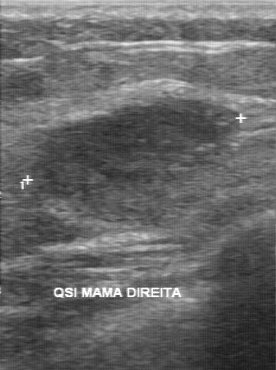
Modality: breast US.
FINDINGS: Confirmed outcome (biopsy or follow-up): malignant. Echo pattern: hypoechoic. Boundary: somewhat unclear. Histopathology: invasive ductal carcinoma. Calcifications: none. Contour: regular.
OUTCOME ON BIOPSY OR FOLLOW-UP: malignant.